Imaging: breast ultrasound image.
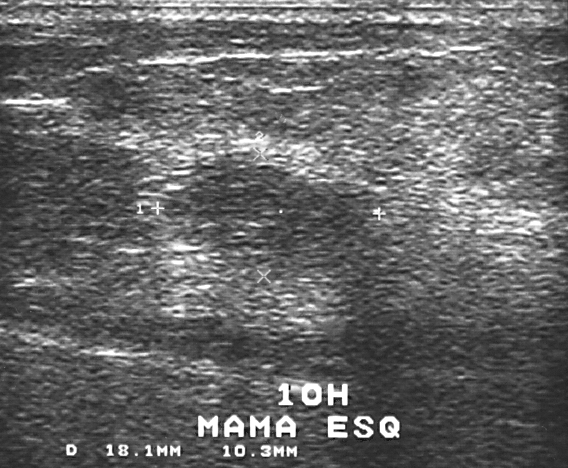
Lesion characteristics:
- BI-RADS: 4
- outcome on biopsy or follow-up: malignant